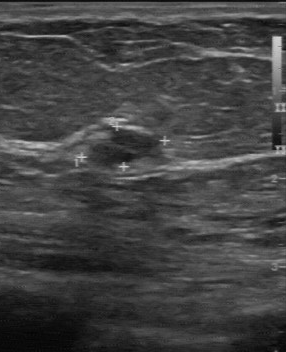
Modality: B-mode breast ultrasound. Scanner: GE Logiq 7 @10-14MHz.
Biopsy or follow-up result is benign. The biopsy result is cyst. BI-RADS category is 2.